Scanner: GE Logiq 5 @10-12MHz. Modality: B-mode breast ultrasound.
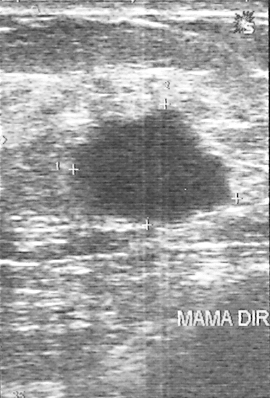
Pixel coordinates (x1, y1, x2, y2): The finding occupies approximately top-left (64, 106), bottom-right (236, 227).